Breast ultrasound scan.
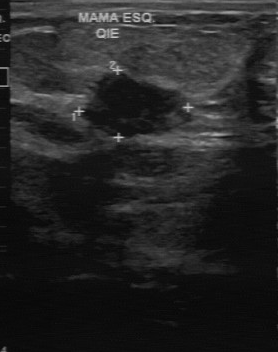
Biopsy or follow-up result: malignant.